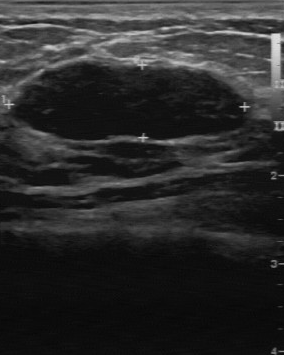
Modality: breast ultrasound image.
The original reader assigned BI-RADS 3. The following findings are from a second reader, independent of the original assessment. The margin is regular. Boundary: clear. Echo pattern: hypoechoic. There are no calcifications. The biopsy result was fibroadenoma; the finding is benign.